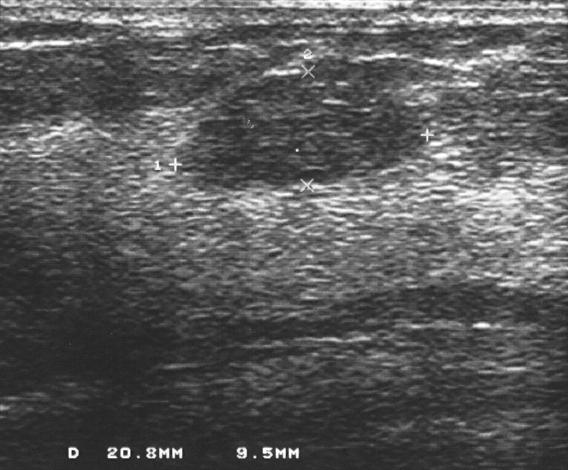
Breast sonogram.
Outcome on biopsy or follow-up: benign. (BI-RADS category 2.)